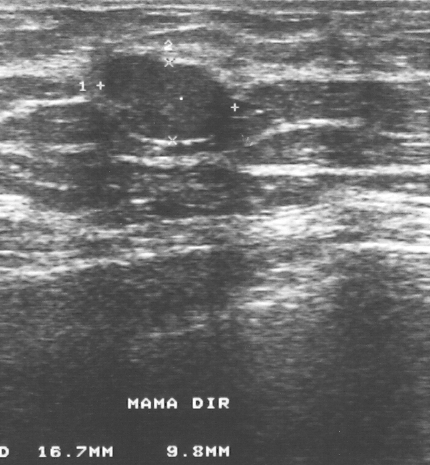
Acquired on GE Logiq 5 @10-12MHz. Imaging: breast ultrasound image.
This breast ultrasound image shows a breast lesion. Assessment: BI-RADS 3. The biopsy result was fibroadenoma; the breast lesion is benign.